Modality: breast ultrasound image.
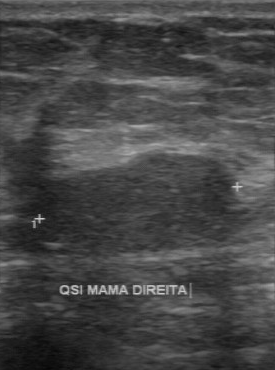
A lesion is seen with biopsy or follow-up result: benign, BI-RADS category: 3.